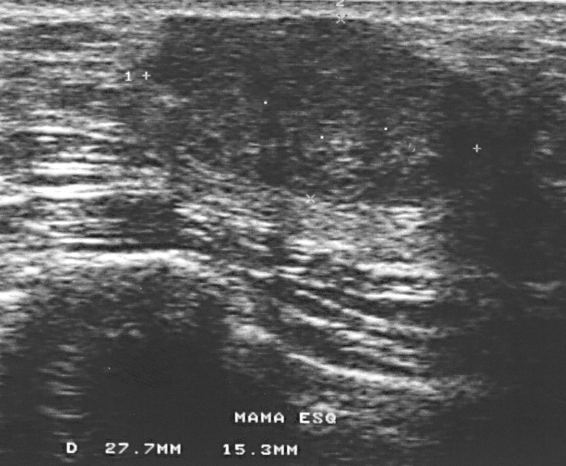
Scanner: GE Logiq 5 @10-12MHz. Breast US.
BI-RADS assessment: 2.
Outcome on biopsy or follow-up: benign.
Pathology confirmed fibroadenoma.